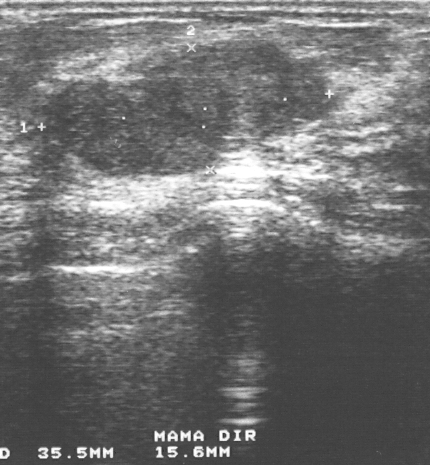
Scanner: GE Logiq 5 @10-12MHz. Breast sonogram.
The lesion demonstrates BI-RADS: 3, pathology: fibroadenoma.